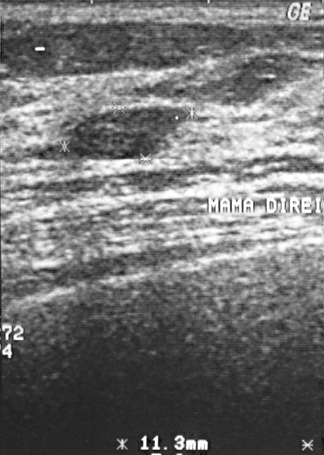
Breast US.
This breast lesion proved benign on biopsy or follow-up.
Biopsy showed fibroadenoma.
Assigned BI-RADS 2.